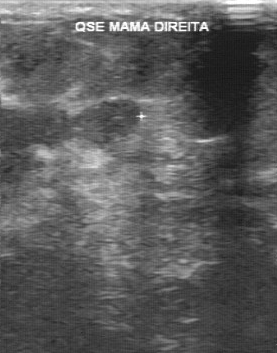
Acquired on GE Logiq 7 @10-14MHz. Breast ultrasound scan.
BI-RADS 5 in the original read; on a second read the margin is irregular, the boundary unclear and the breast lesion heterogeneous. Calcification is suspected. Histopathology: invasive ductal carcinoma (malignant).